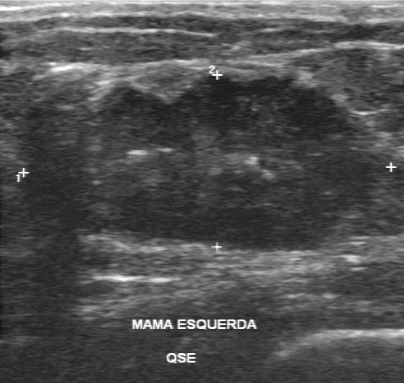
Imaging: breast ultrasound image.
Coordinates are pixels in the 404x383 image. Finding bounding box: [15, 74, 403, 253].